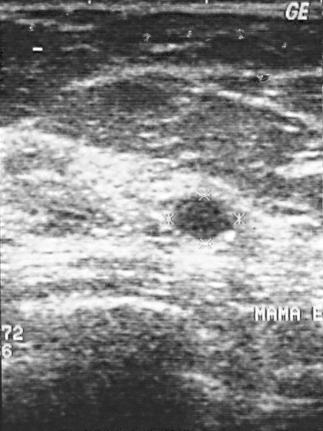
Modality: breast sonogram. Scanner: GE Logiq 5 @10-12MHz.
A breast lesion is present on this breast sonogram. It was assessed as BI-RADS 2. Pathology confirmed benign cyst.